Background tissue composition: heterogeneous: predominantly fibroglandular. Modality: breast sonogram.
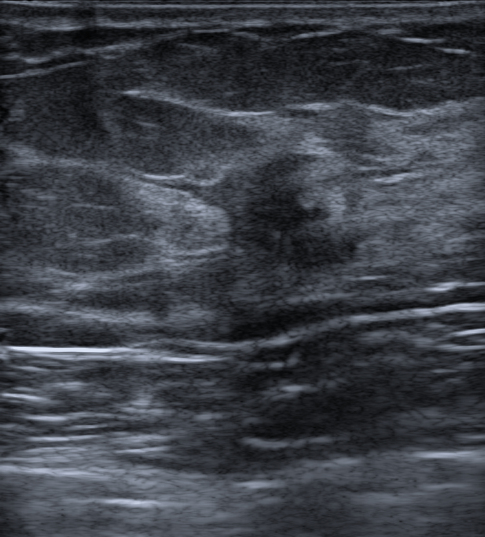
Coordinates are pixels in the 485x537 image. The lesion is located within the bounding box top-left (145, 148), bottom-right (390, 294). The lesion is malignant on biopsy or follow-up. BI-RADS 4B.